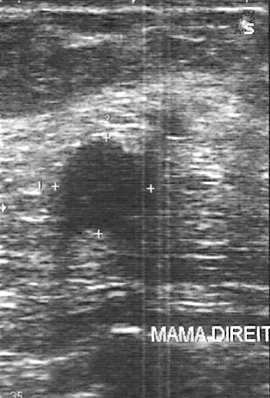
Modality: breast sonogram. Scanner: GE Logiq 5 @10-12MHz.
A mass is seen. Assessment: BI-RADS 4. The biopsy result was fibroadenoma; the mass is benign.